Modality: breast sonogram.
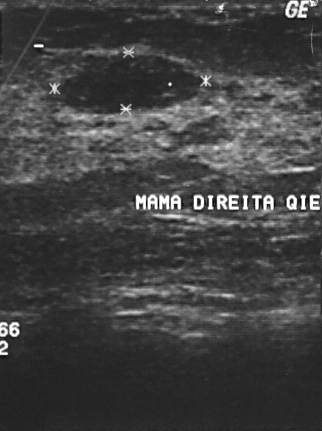
BI-RADS category 2.
Biopsy or follow-up result: benign.
The biopsy result was fibroadenoma; the finding is benign.